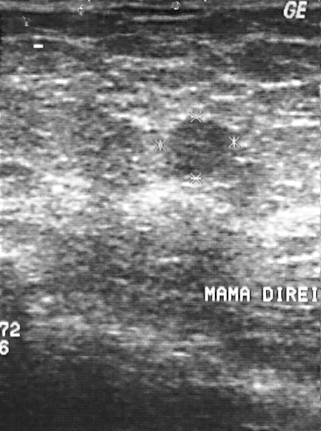
Imaging: breast ultrasound image.
- biopsy or follow-up result: benign
- biopsy result: fibroadenoma
- BI-RADS assessment: 4